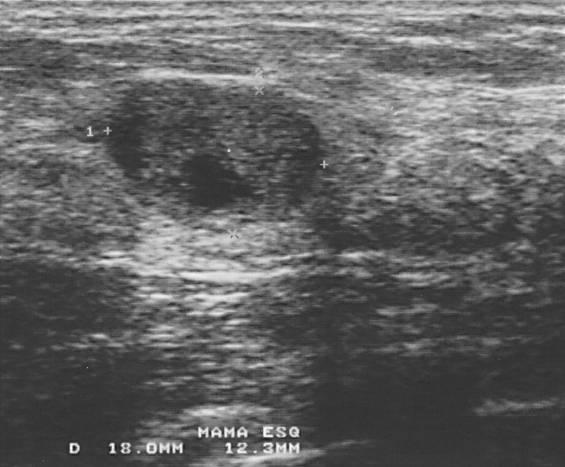
B-mode breast ultrasound.
The pathology is fibroadenoma. Biopsy or follow-up result: benign. BI-RADS assessment is 3.